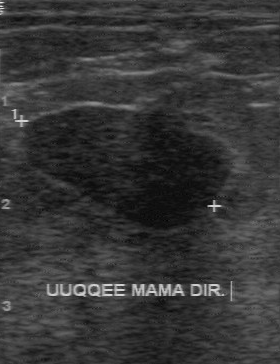
Modality: breast ultrasound scan.
- margin: regular
- calcifications: none
- internal echoes: hypoechoic
- boundary: clear